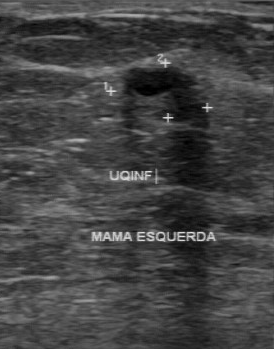
Breast sonogram. Scanner: GE Logiq 7 @10-14MHz.
- biopsy or follow-up result: benign
- BI-RADS assessment: 4